Modality: breast sonogram.
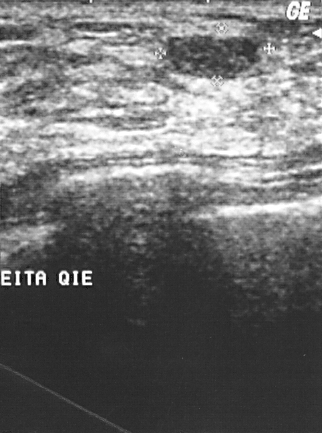
Outcome on biopsy or follow-up: benign. BI-RADS 2.